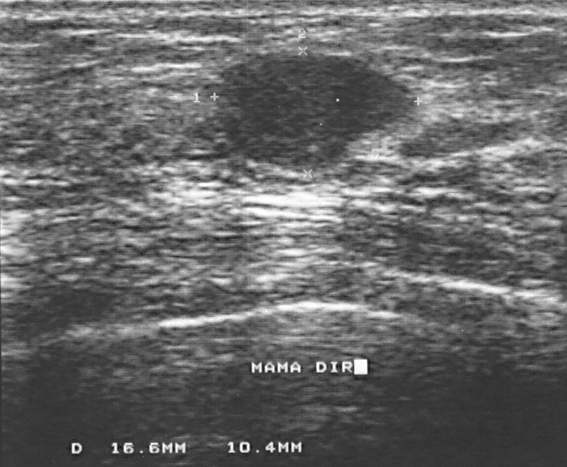
Scanner: GE Logiq 5 @10-12MHz. Breast ultrasound image.
Finding: breast lesion, benign on biopsy or follow-up.